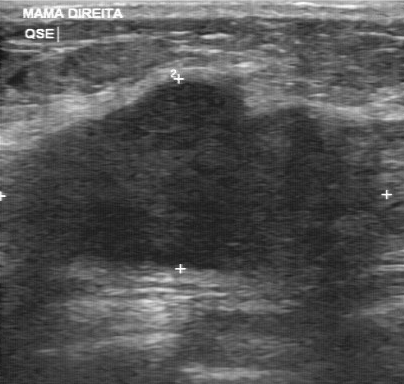
Imaging: breast ultrasound scan.
The internal echoes are hypoechoic. Independent BI-RADS assessment: 4A.